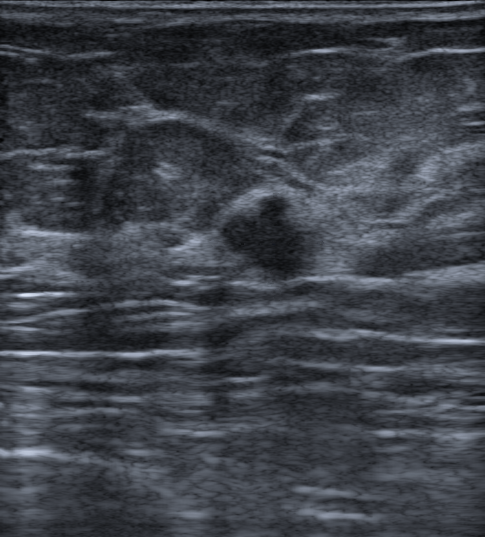
Breast ultrasound scan. Patient age: 60. Background echotexture is heterogeneous: predominantly fat.
FINDINGS: Breast ultrasound scan. Posterior features: none. BI-RADS: 4B. Skin thickening: none. Lesion margin: not circumscribed - microlobulated. Lesion shape: irregular. Pathology: Invasive carcinoma of no special type (NST). Radiologist impression: Suspicion of malignancy; Intraductal papilloma. Verification: confirmed by biopsy. Biopsy or follow-up result: malignant.
OUTCOME ON BIOPSY OR FOLLOW-UP: malignant.